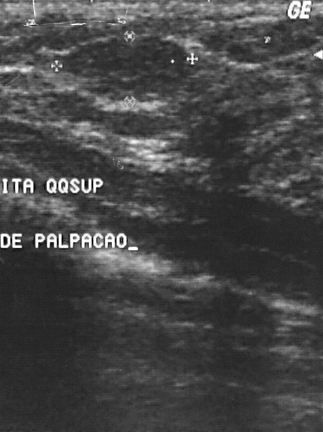
Imaging: breast ultrasound scan.
The finding is benign on biopsy or follow-up. (BI-RADS category 2.)